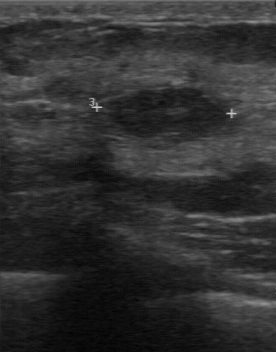
B-mode breast ultrasound.
The BI-RADS on independent re-read is 3. No calcifications are seen. Margin: regular. Boundary is clear.